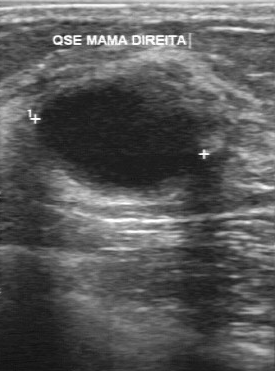
Imaging: breast sonogram.
The mass occupies approximately [36, 79, 199, 198]. The mass is benign on biopsy or follow-up.